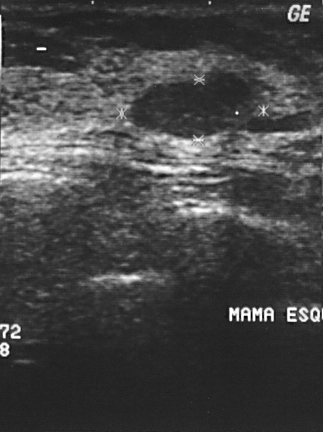
Acquired on GE Logiq 5 @10-12MHz. Imaging: breast ultrasound.
(coordinates in a 323x432 pixel frame) The finding is located within the bounding box [131, 82, 252, 138].